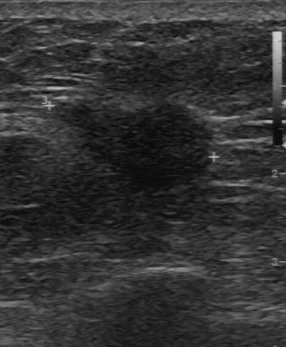
Modality: breast sonogram.
The mass is malignant on biopsy or follow-up.